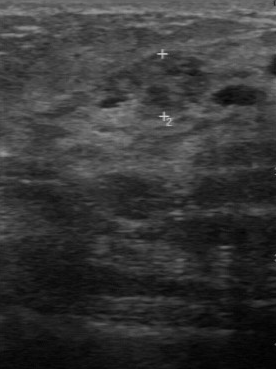
Modality: breast ultrasound image.
Biopsy or follow-up result: malignant. (BI-RADS category 4.)